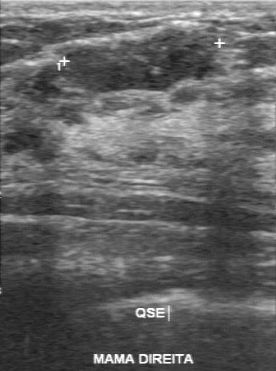
Breast ultrasound scan.
The breast lesion is located within the bounding box (63, 29) to (214, 92). The breast lesion is benign on biopsy or follow-up.